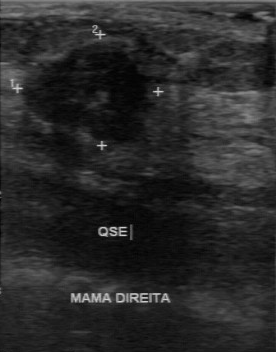
Modality: breast ultrasound. Scanner: GE Logiq 7 @10-14MHz.
BI-RADS is 4. Pathology is invasive ductal carcinoma.